Breast US.
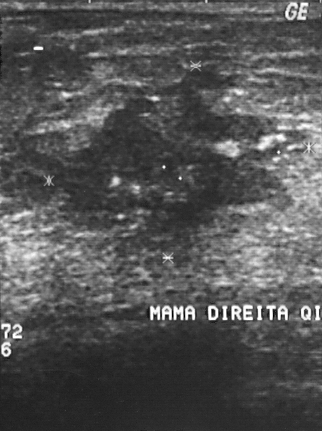
This breast US shows a mass. BI-RADS category 5. Biopsy showed invasive ductal carcinoma, a malignant finding.